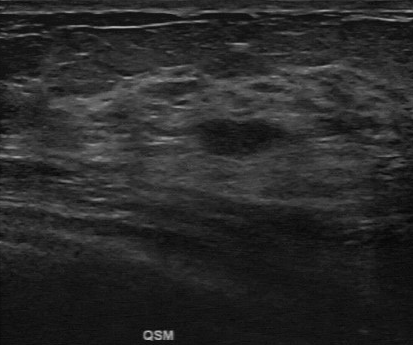
Imaging: breast US. Scanner: GE Logiq 7 @10-14MHz.
The finding was categorized BI-RADS 3 in the original read.
On a second read by an independent reader:
Margin: regular.
Boundary: clear.
Internally the finding is hypoechoic.
Calcifications: none.
The biopsy result was sclerosing adenosis; the finding is benign.